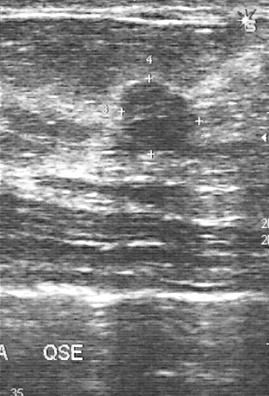
Breast ultrasound image.
Segment the lesion: bounding box (120,81)-(196,150).